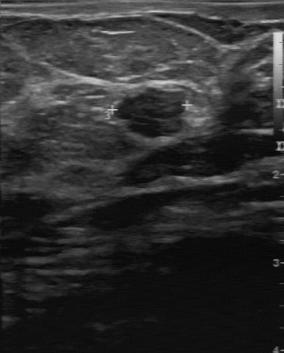
Modality: breast ultrasound scan.
The original reader assigned BI-RADS 3. On a second read by an independent reader: The breast lesion has a partially regular margin. The lesion boundary is fairly clear. Internally the breast lesion is hypoechoic. No calcifications are seen. The biopsy result was fibroadenoma; the breast lesion is benign.